Breast ultrasound.
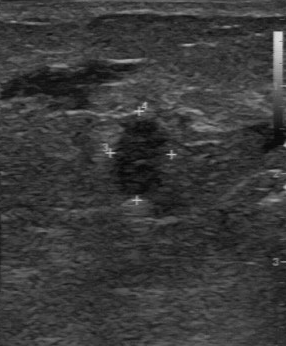
The finding was assessed as BI-RADS 4 by the original reader. The following findings are from a second reader, independent of the original assessment. The margin is regular. Boundary: fairly clear. Internally the finding is slightly hypoechoic. No calcifications are seen. Biopsy showed invasive ductal carcinoma, a malignant finding.